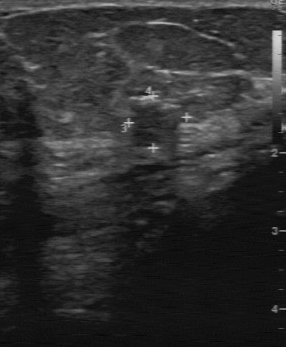
Imaging: breast ultrasound.
Outcome on biopsy or follow-up: benign.